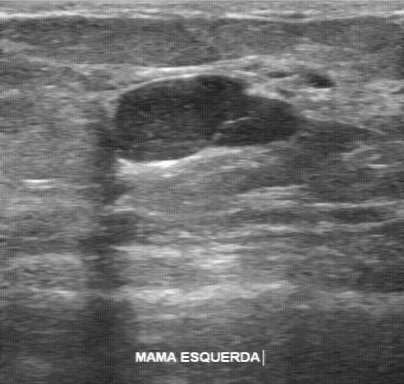
Modality: B-mode breast ultrasound.
Biopsy or follow-up result: benign.